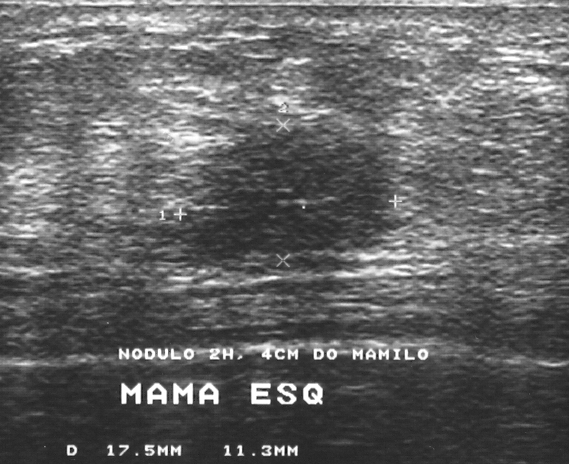
Imaging: B-mode breast ultrasound.
Pathology confirmed invasive ductal carcinoma.
BI-RADS assessment: 4.
Outcome on biopsy or follow-up: malignant.